Scanner: GE Logiq 7 @10-14MHz. Modality: breast ultrasound.
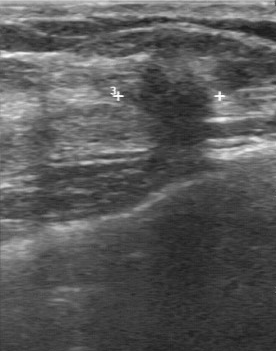
Segment the lesion: bounding box [122, 64, 226, 149]. The lesion is malignant on biopsy or follow-up.